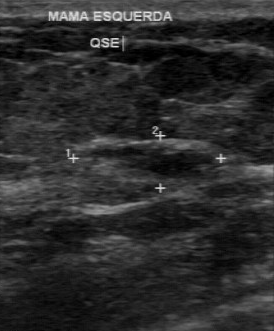
Modality: breast US.
There are no calcifications. BI-RADS (first reader): 4. BI-RADS (second read): 4A.